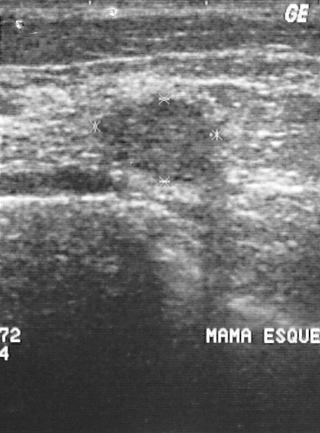
Modality: B-mode breast ultrasound.
BI-RADS is 3.